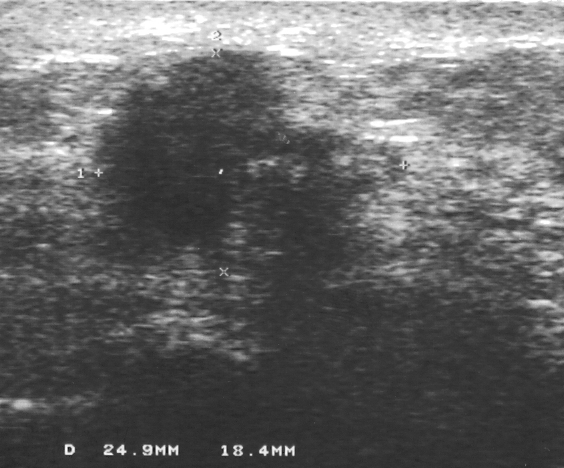
Breast ultrasound image.
Finding: lesion, malignant on biopsy or follow-up.